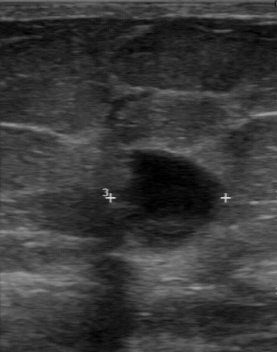
Modality: breast ultrasound image. Acquired on GE Logiq 7 @10-14MHz.
The biopsy or follow-up result is malignant. Margin is partially regular. The echo pattern is mixed cystic and solid. The boundary is unclear. There are no calcifications.